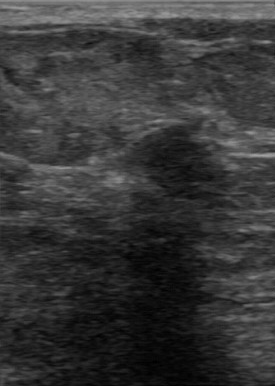
Imaging: breast sonogram.
BI-RADS 4 in the original read; on a second read the margin is regular, the boundary clear and the mass hypoechoic. Pathology confirmed benign fibroadenoma.